Imaging: breast sonogram.
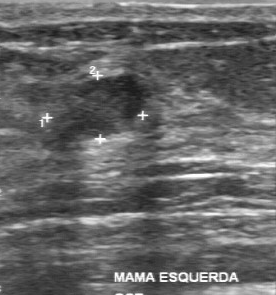
Independent BI-RADS assessment: 3. BI-RADS (first reader): 2. Outcome on biopsy or follow-up: benign. Internal echoes: slightly hypoechoic. Calcifications: none.